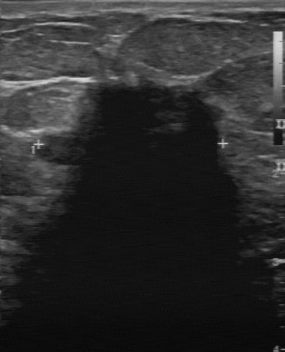
Scanner: GE Logiq 7 @10-14MHz. Breast ultrasound image.
BI-RADS 5 in the original read; on a second read the margin is irregular, the boundary unclear and the lesion hypoechoic. Pathology confirmed malignant invasive ductal carcinoma.